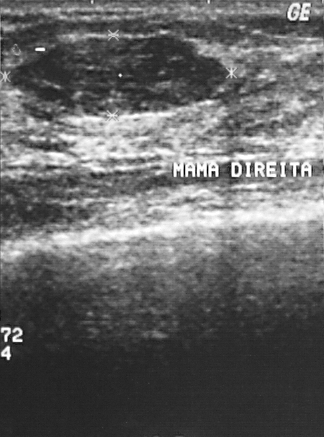
Acquired on GE Logiq 5 @10-12MHz. Breast sonogram.
Pathology: fibroadenoma. BI-RADS assessment: 2.
OUTCOME ON BIOPSY OR FOLLOW-UP: benign.